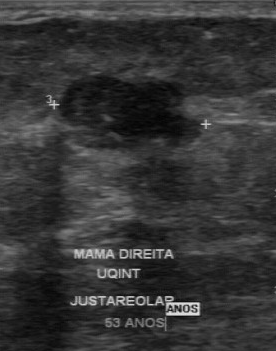
Modality: breast ultrasound image.
A lesion is seen with confirmed outcome (biopsy or follow-up): malignant, calcifications: suspected, BI-RADS on independent re-read: 4B, BI-RADS (first reader): 4.